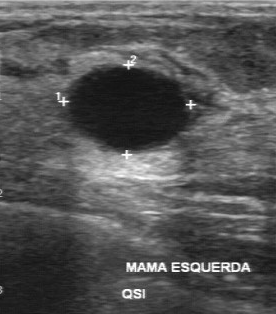
Acquired on GE Logiq 7 @10-14MHz. Breast ultrasound scan.
(coordinates in a 276x314 pixel frame) Segment the finding: bounding box (70, 67) to (190, 148). The finding is benign on biopsy or follow-up.